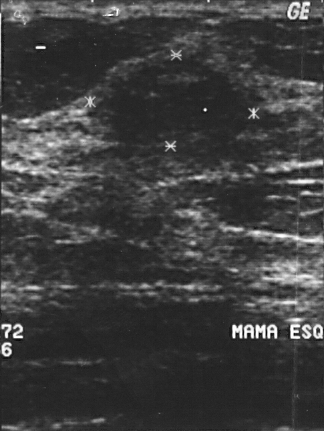
Modality: breast US.
Biopsy or follow-up result: benign. BI-RADS 4.